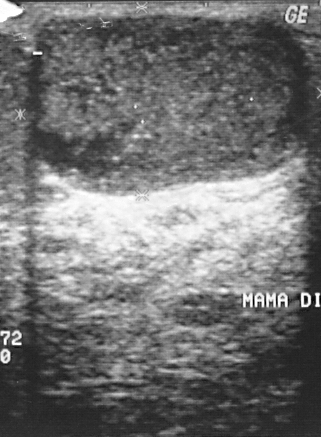
Imaging: breast sonogram.
Biopsy or follow-up result: benign. The biopsy result was cyst. BI-RADS category 2.